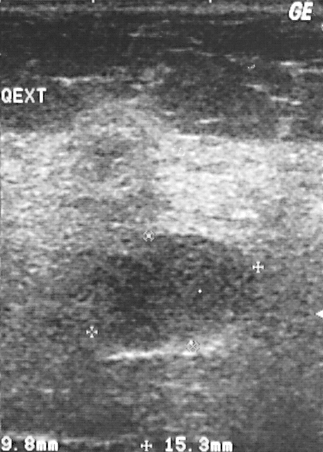
Imaging: breast US.
Assigned BI-RADS 4.
Biopsy or follow-up result: benign.
Biopsy showed fibroadenoma.